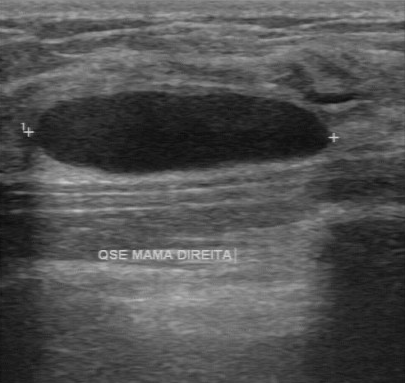
Acquired on GE Logiq 7 @10-14MHz. Breast ultrasound image.
Original-read BI-RADS category: 2. Findings on the second read (an independent reader): a hypoechoic finding, margin regular, boundary clear. Calcifications: none. Histopathology: cyst (benign).